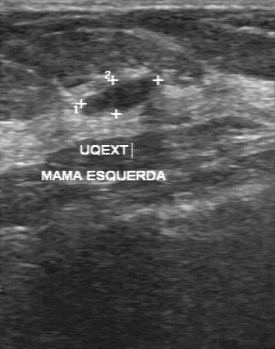
Modality: B-mode breast ultrasound.
Lesion characteristics:
- BI-RADS category: 3